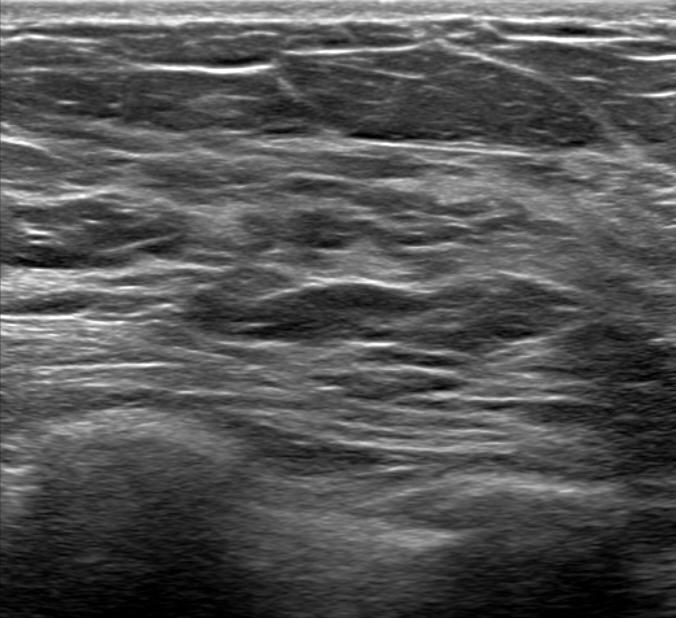
Background echotexture is heterogeneous: predominantly fat. B-mode breast ultrasound.
Finding: no focal lesion. (BI-RADS category 1.)